Modality: breast US.
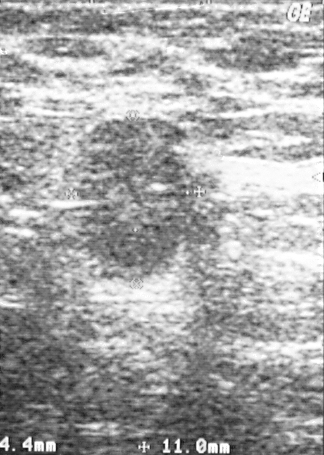
Mass bounding box: (68,117)-(200,284). BI-RADS 5.